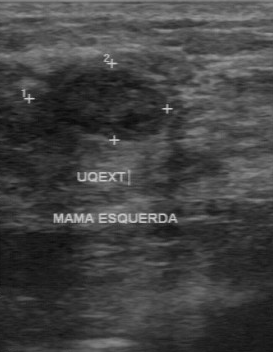
Scanner: GE Logiq 7 @10-14MHz. Modality: breast ultrasound scan.
This breast ultrasound scan shows a finding, benign on biopsy or follow-up. (BI-RADS category 4.)